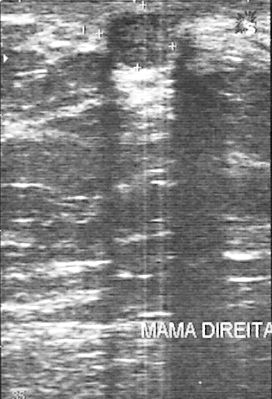
Imaging: breast ultrasound scan.
(coordinates in a 272x399 pixel frame) Finding bounding box: x1=106, y1=13, x2=172, y2=68.